Background tissue composition: lactating and homogeneous: fibroglandular. Breast ultrasound.
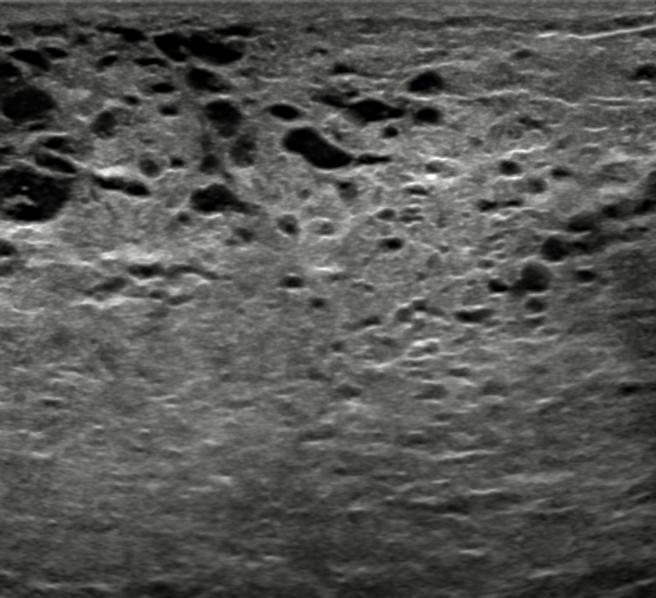
Normal breast ultrasound -- no focal lesion identified.